B-mode breast ultrasound.
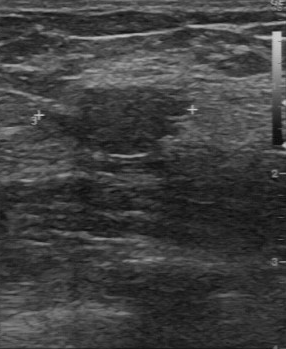
- outcome on biopsy or follow-up: benign
- pathology: fibroadenoma
- BI-RADS assessment: 4